Breast ultrasound image. Background echotexture is homogeneous: fibroglandular.
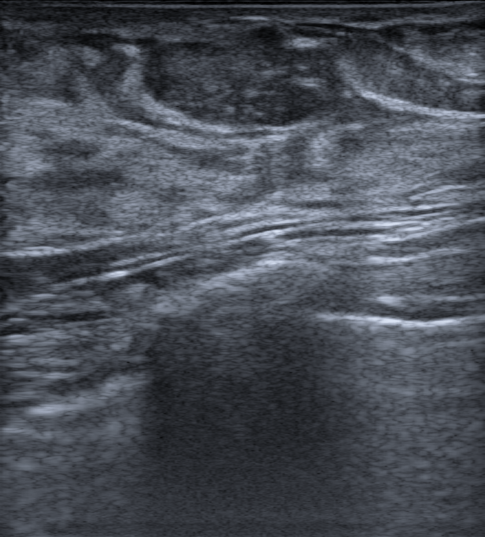
Coordinates are pixels in the 485x537 image. Breast lesion bounding box: 144 22 344 128.